Breast ultrasound.
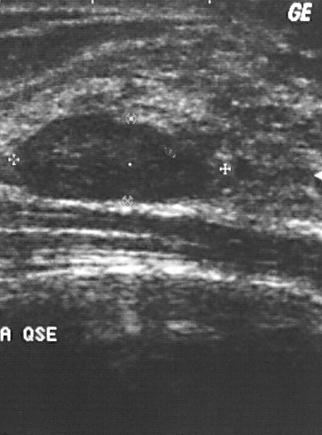
Pixel coordinates (x1, y1, x2, y2): Finding bounding box: [12, 111, 220, 204]. The finding is benign on biopsy or follow-up. BI-RADS 2.